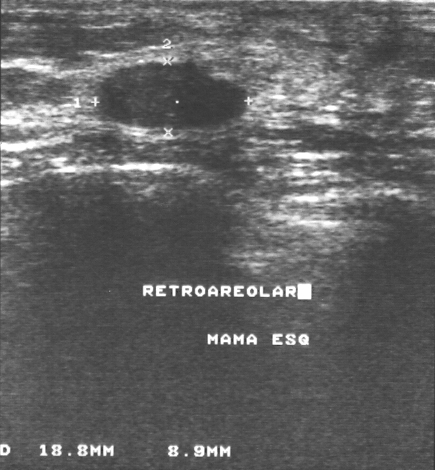
B-mode breast ultrasound. Scanner: GE Logiq 5 @10-12MHz.
This B-mode breast ultrasound shows a lesion. BI-RADS category 2. The biopsy result was fibroadenoma; the lesion is benign.